Modality: breast sonogram. Acquired on GE Logiq 5 @10-12MHz.
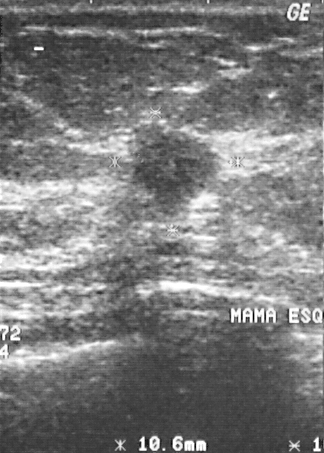
FINDINGS: Confirmed outcome (biopsy or follow-up): malignant. BI-RADS assessment: 4.
OUTCOME ON BIOPSY OR FOLLOW-UP: malignant.